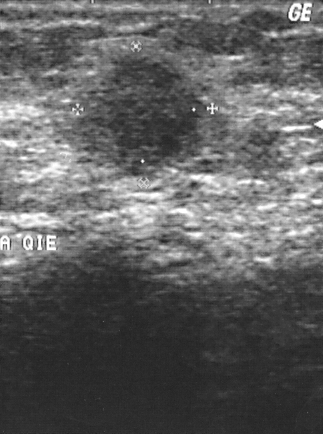
Scanner: GE Logiq 5 @10-12MHz. B-mode breast ultrasound.
Coordinates are pixels in the 323x434 image. Lesion region of interest: (87,54)-(208,178).